Acquired on GE Logiq 7 @10-14MHz. Modality: B-mode breast ultrasound.
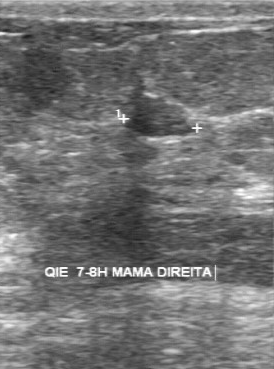
The lesion was assessed as BI-RADS 3 by the original reader.
The following findings are from a second reader, independent of the original assessment.
Boundary: fairly clear.
No calcifications are seen.
The lesion has a partially regular margin.
Internally the lesion is slightly hypoechoic.
Biopsy showed sclerosing adenosis, a benign finding.